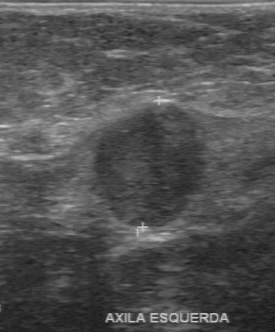
Imaging: breast US.
Outcome on biopsy or follow-up is malignant. Calcifications are absent. Echo pattern is slightly hypoechoic. Lesion margin: regular. Biopsy result: invasive ductal carcinoma. The lesion boundary is fairly clear.